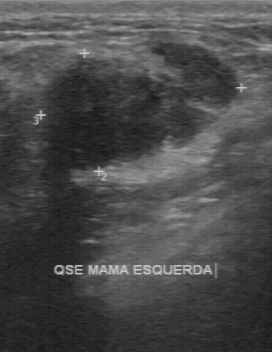
Modality: breast sonogram.
Lesion characteristics:
- echogenicity: heterogeneous
- second-reader BI-RADS: 4A
- lesion boundary: somewhat unclear
- contour: partially regular